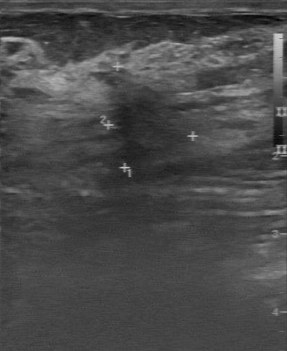
Breast ultrasound scan. Scanner: GE Logiq 7 @10-14MHz.
(coordinates in a 287x351 pixel frame) The finding is located within the bounding box x1=98, y1=68, x2=196, y2=178. The finding is benign on biopsy or follow-up. BI-RADS 4.